Age 20. Modality: breast ultrasound.
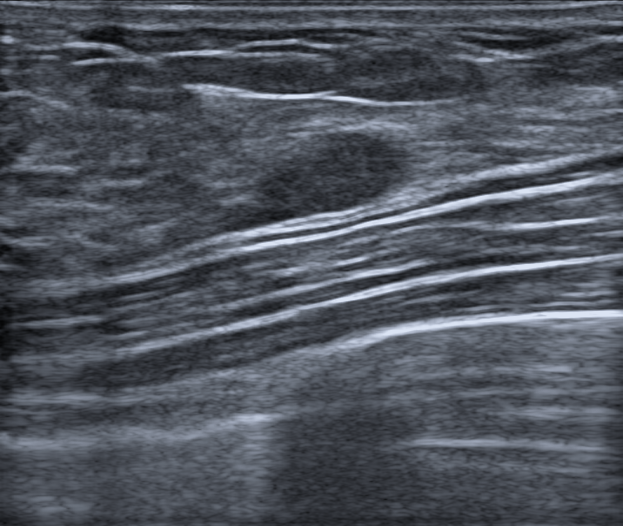
- lesion shape: oval
- posterior features: none
- BI-RADS assessment: 4A
- calcifications: none
- radiologic interpretation: Fibroadenoma
- borders: circumscribed
- echotexture: hypoechoic
- outcome on biopsy or follow-up: benign
- skin thickening: none